Modality: breast sonogram.
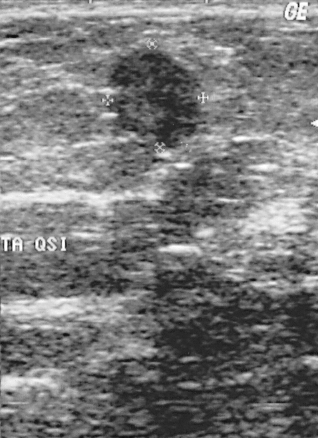
Biopsy or follow-up result: benign. BI-RADS 4.